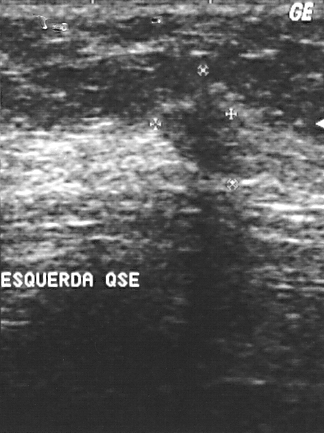
Breast US. Scanner: GE Logiq 5 @10-12MHz.
Mass: malignant on biopsy or follow-up.